Imaging: breast ultrasound scan.
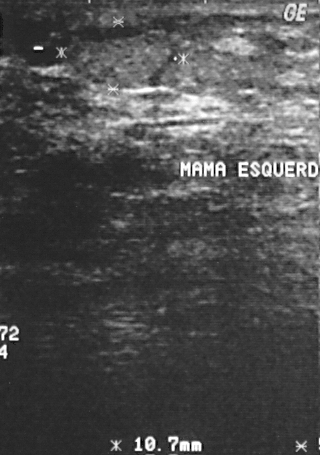
A lesion is present on this breast ultrasound scan. Assessment: BI-RADS 3. Histopathology: lipoma (benign).